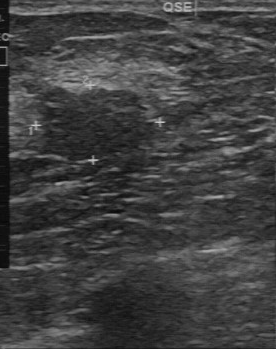
Modality: breast ultrasound scan.
Original-read BI-RADS category: 4.
A second, independent read describes the lesion as follows.
No calcifications are seen.
Boundary: somewhat unclear.
The lesion has a partially regular margin.
Echo pattern: slightly hypoechoic.
Biopsy showed fibroadenoma, a benign finding.